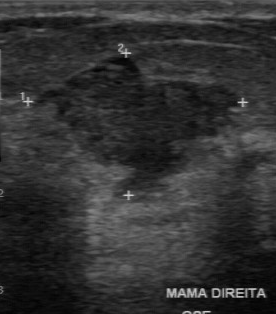
Imaging: breast ultrasound scan.
Biopsy or follow-up result: benign.